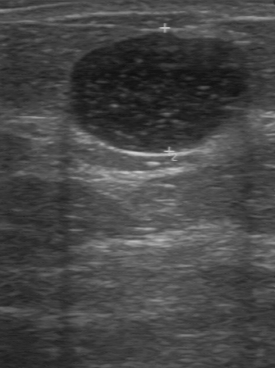
Breast US. Acquired on GE Logiq 7 @10-14MHz.
BI-RADS 2 in the original read. A second reader, independent of the original assessment, describes a hypoechoic breast lesion with a regular margin; the boundary is clear. There are no calcifications. Histopathology: cyst (benign).